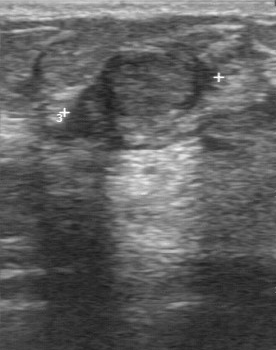
Imaging: breast ultrasound scan.
A finding is seen with BI-RADS assessment: 3, biopsy or follow-up result: benign.